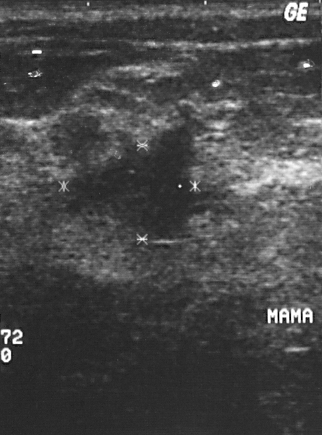
Imaging: breast ultrasound image.
This breast ultrasound image shows a finding, malignant on biopsy or follow-up. (BI-RADS category 4.)